Imaging: breast ultrasound scan.
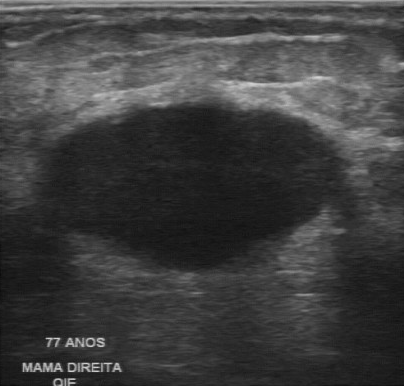
(coordinates in a 404x386 pixel frame) Lesion region of interest: (26,101)-(351,274). The finding is malignant on biopsy or follow-up.